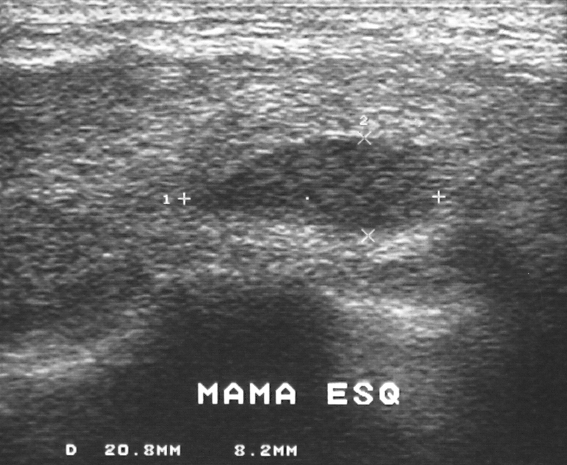
Modality: breast sonogram.
A breast lesion is seen with histopathology: fibroadenoma, BI-RADS category: 3.